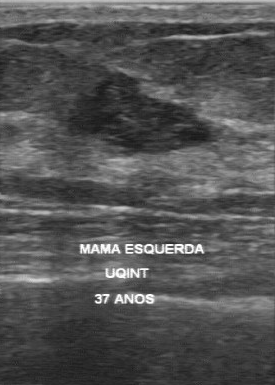
Acquired on GE Logiq 7 @10-14MHz. Modality: breast ultrasound image.
A lesion is seen with pathology: fibroadenoma, BI-RADS category: 4, biopsy or follow-up result: benign.